Acquired on GE Logiq 7 @10-14MHz. Breast US.
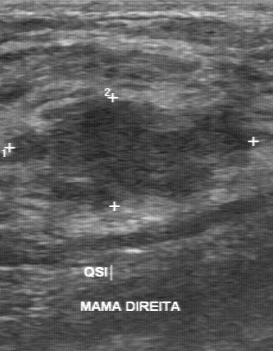
The biopsy result is fibrocystic changes. BI-RADS: 3. Outcome on biopsy or follow-up is benign.